Breast ultrasound.
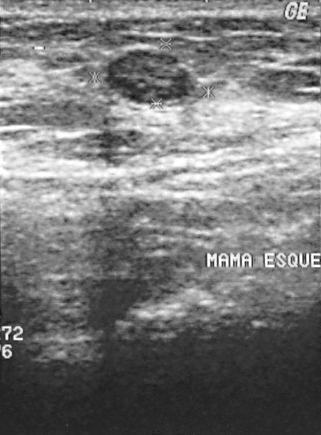
Histopathology: fibroadenoma (benign).
Biopsy or follow-up result: benign.
BI-RADS category 2.